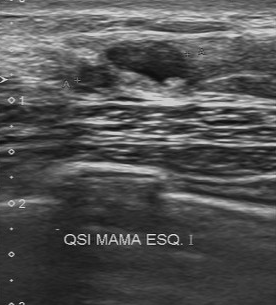
Modality: breast US. Acquired on Toshiba Aplio 300 @12-14 MHz.
This breast US shows a lesion with confirmed outcome (biopsy or follow-up): benign, regular margin, clear lesion boundary, hypoechoic echo pattern, biopsy result: apocrine metaplasia, calcifications: absent.